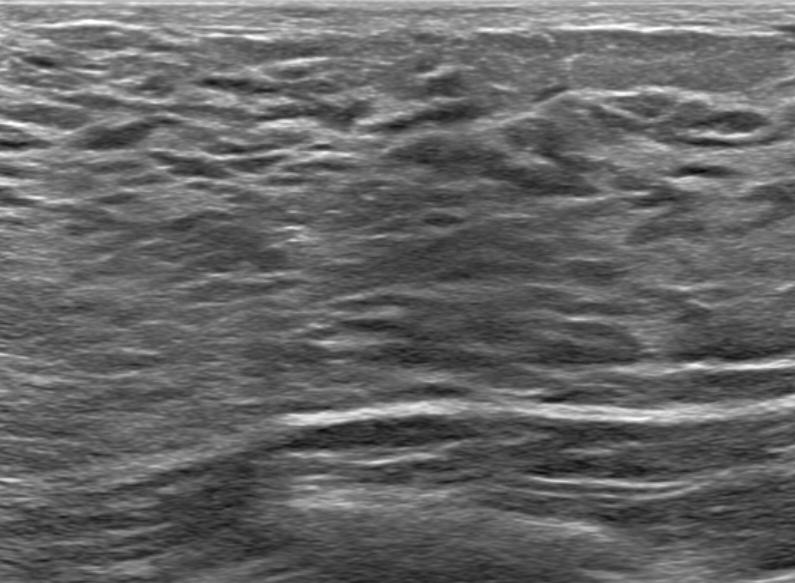
Breast ultrasound.
No focal lesion is identified. Classification: normal.